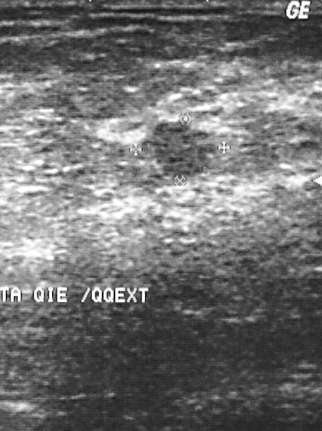
Imaging: B-mode breast ultrasound.
Outcome on biopsy or follow-up: benign. (BI-RADS category 4.)